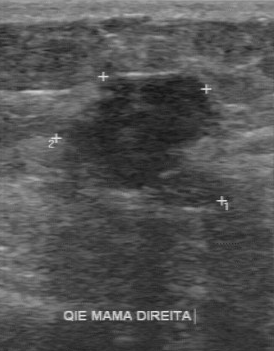
Imaging: breast ultrasound.
This breast ultrasound shows a lesion, benign on biopsy or follow-up. BI-RADS 4.